Breast ultrasound image.
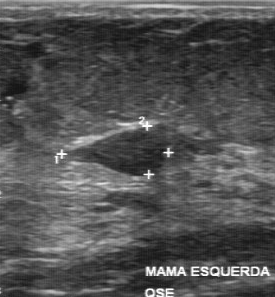
The breast lesion demonstrates biopsy result: fibroadenoma, BI-RADS category: 4.